Breast sonogram.
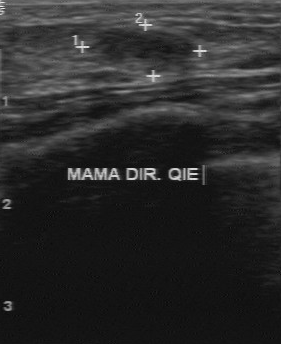
The lesion demonstrates clear boundary, original BI-RADS: 2, calcifications: absent, hypoechoic echo pattern, BI-RADS (second read): 3, regular margin.